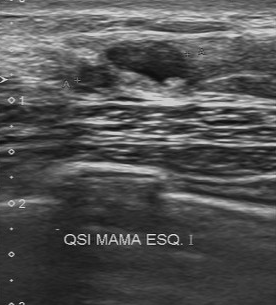
Imaging: breast US.
The BI-RADS is 4. The outcome on biopsy or follow-up is benign.